Modality: breast sonogram.
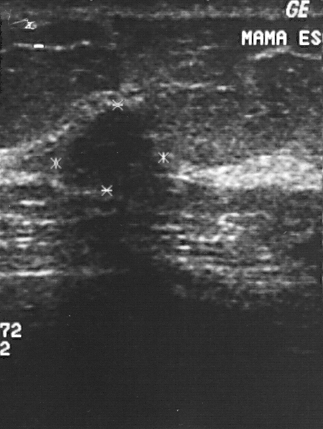
BI-RADS assessment: 2. The mass is benign on biopsy or follow-up. Histopathology: fibroadenoma (benign).